Breast ultrasound image.
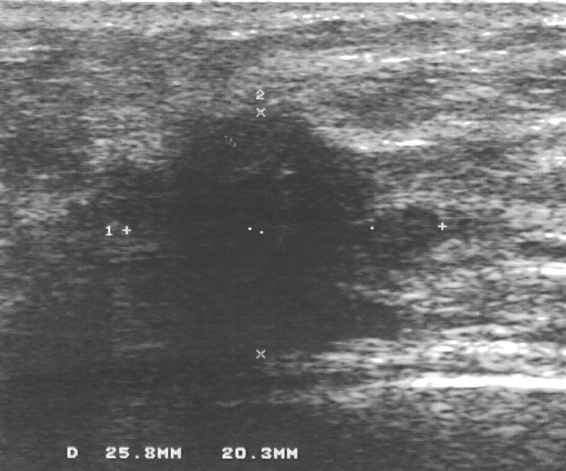
Outcome on biopsy or follow-up: malignant.
Pathology confirmed invasive lobular carcinoma.
Assigned BI-RADS 4.